Imaging: breast ultrasound.
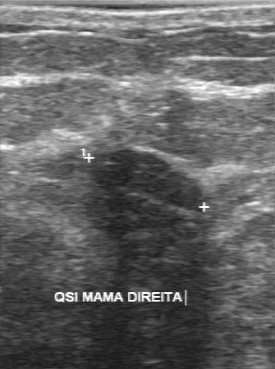
- second-reader BI-RADS: 3
- boundary: clear
- margin: regular
- outcome on biopsy or follow-up: benign
- calcifications: absent